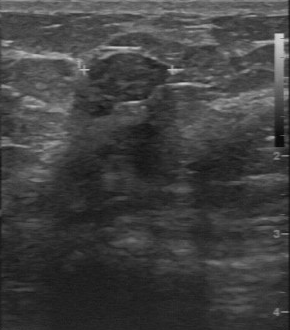
Imaging: breast ultrasound. Scanner: GE Logiq 7 @10-14MHz.
Original-read BI-RADS category: 3. On a second read by an independent reader: Calcifications: none. Margin: regular. Internally the breast lesion is slightly hypoechoic. Its boundary is clear. Biopsy showed fibroadenoma, a benign finding.